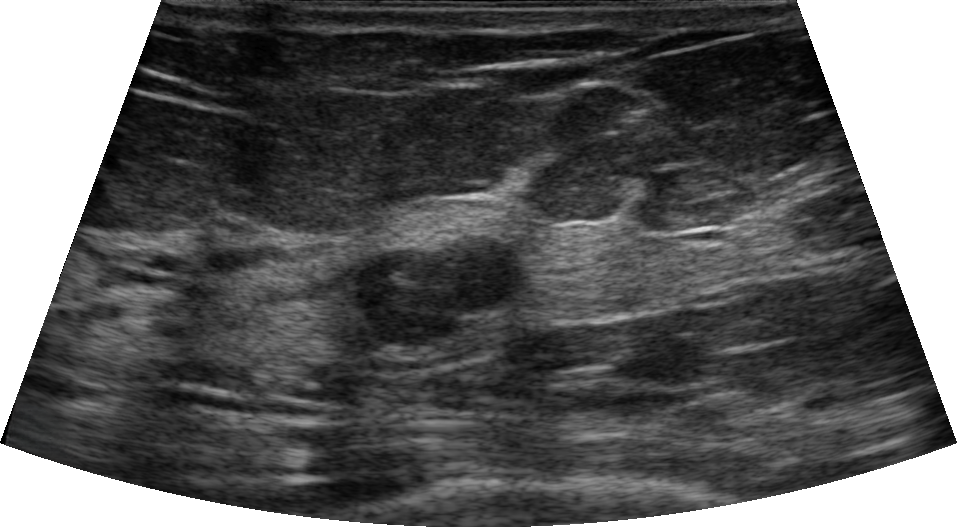
Background echotexture is heterogeneous: predominantly fibroglandular. Age 48. Imaging: breast US.
Breast lesion: benign on biopsy or follow-up. BI-RADS 4A.